Breast ultrasound.
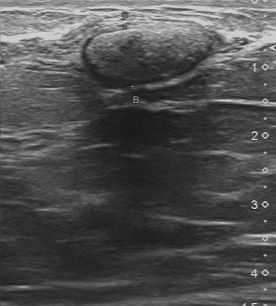
This breast ultrasound shows a breast lesion with regular contour, histopathology: cyst, outcome on biopsy or follow-up: benign, calcifications: suspected, clear boundary, isoechoic echo pattern.